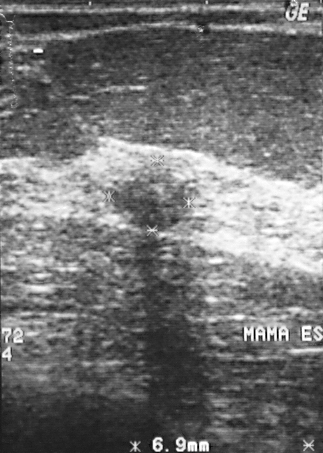
Breast ultrasound scan.
A breast lesion is present on this breast ultrasound scan. Assessment: BI-RADS 3. Pathology confirmed malignant invasive ductal carcinoma.